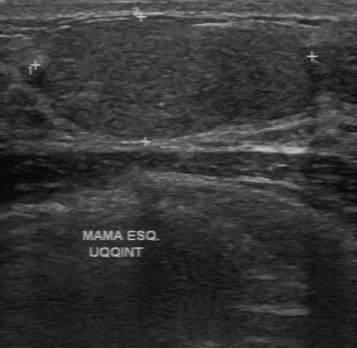
B-mode breast ultrasound. Acquired on GE Logiq 7 @10-14MHz.
The original reader assigned BI-RADS 3. Findings on the second read (an independent reader): a slightly hypoechoic lesion, margin regular, boundary clear. Pathology confirmed benign fibroadenoma.